Modality: breast US. Scanner: GE Logiq 7 @10-14MHz.
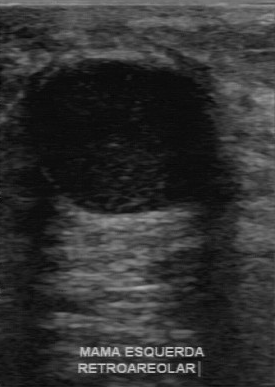
Lesion characteristics:
- margin: regular
- lesion boundary: clear
- confirmed outcome (biopsy or follow-up): benign
- echogenicity: hypoechoic
- second-reader BI-RADS: 3